Modality: breast ultrasound.
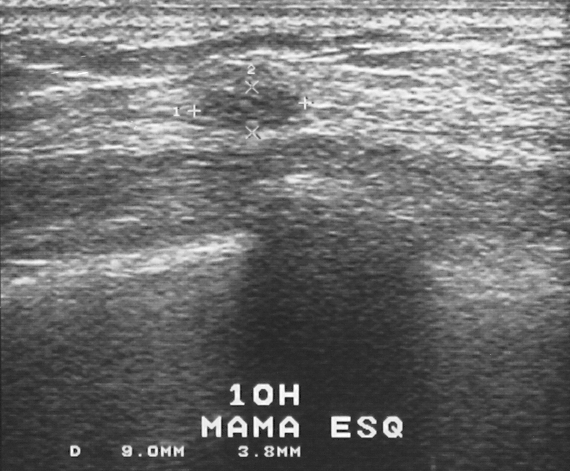
Coordinates are pixels in the 570x471 image. Breast lesion bounding box: top-left (200, 85), bottom-right (296, 130). The breast lesion is benign on biopsy or follow-up.